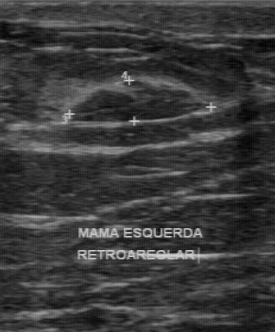
Breast ultrasound.
Lesion boundary: clear. Calcifications: none. Outcome on biopsy or follow-up: benign. Echo pattern: hypoechoic. Lesion margin: regular.